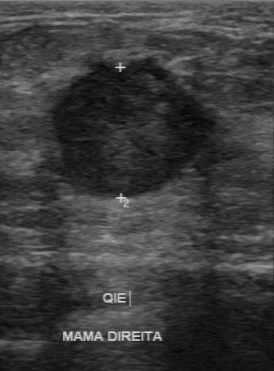
Modality: breast US.
The finding was categorized BI-RADS 4 in the original read. Findings on the second read (an independent reader): a hypoechoic finding, margin partially regular, boundary somewhat unclear. Calcifications: none. The biopsy result was invasive ductal carcinoma; the finding is malignant.